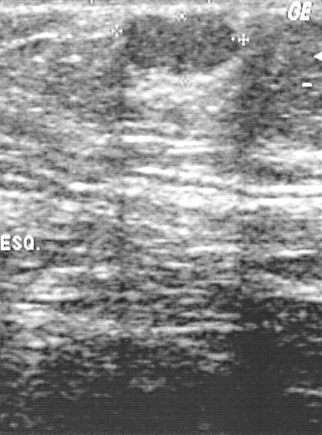
Modality: breast sonogram.
Coordinates are pixels in the 322x435 image. The lesion is located within the bounding box [124, 16, 237, 70]. The lesion is benign on biopsy or follow-up.